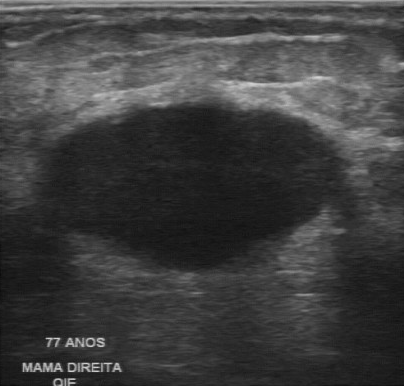
Imaging: breast sonogram.
Original-read BI-RADS category: 4. On a second, independent read, a mass with a regular margin and a clear boundary is seen; it is anechoic. Histopathology: invasive ductal carcinoma (malignant).